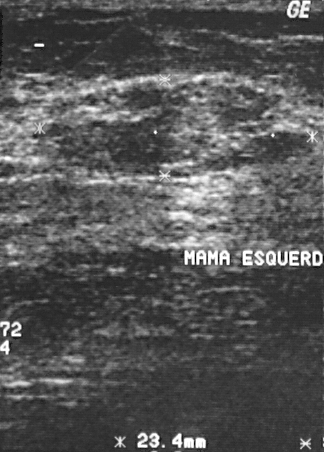
Modality: breast US.
A breast lesion is seen. Assessment: BI-RADS 3. The biopsy result was sclerosing adenosis; the breast lesion is benign.